B-mode breast ultrasound.
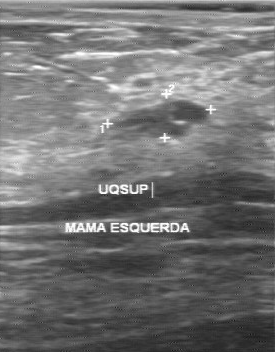
The original reader assigned BI-RADS 3. On a second read by an independent reader: The margin is regular. Internally the lesion is hypoechoic. No calcifications are seen. The lesion boundary is clear. Histopathology: cyst (benign).